Breast ultrasound image.
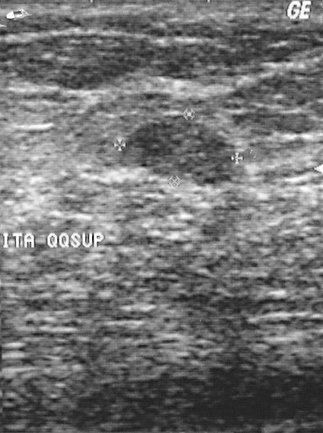
Biopsy or follow-up result: benign.